Modality: breast US.
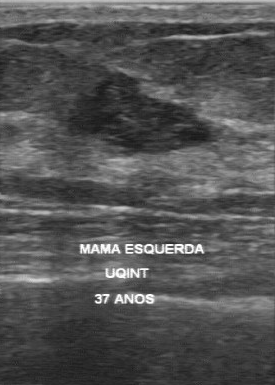
- BI-RADS (first reader): 4
- BI-RADS (second read): 4A